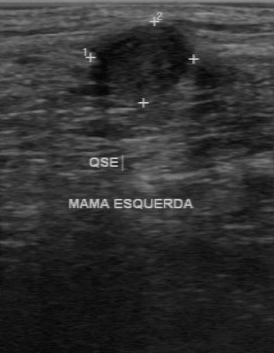
Modality: breast US. Acquired on GE Logiq 7 @10-14MHz.
Finding: mass, malignant on biopsy or follow-up. BI-RADS 4.